B-mode breast ultrasound.
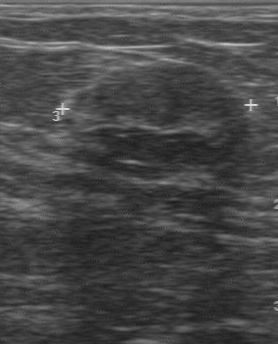
Original-read BI-RADS category: 3. On a second, independent read, a breast lesion with a regular margin and a clear boundary is seen; it is hypoechoic. The biopsy result was fibroadenoma; the breast lesion is benign.